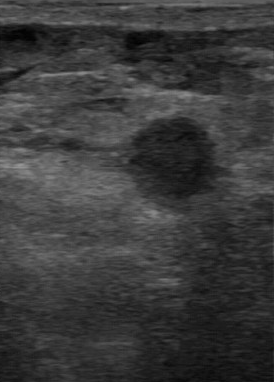
Modality: breast ultrasound.
BI-RADS 4 in the original read; on a second read the margin is partially regular, the boundary fairly clear and the breast lesion hypoechoic. No calcifications are seen. Pathology confirmed malignant invasive ductal carcinoma.